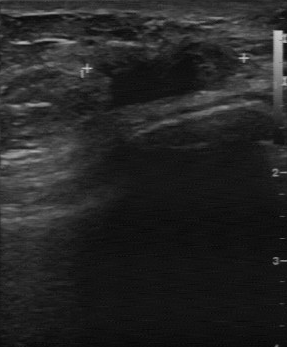
Breast sonogram.
Contour: partially regular. Echogenicity: hypoechoic. Boundary: somewhat unclear. Calcifications: absent.